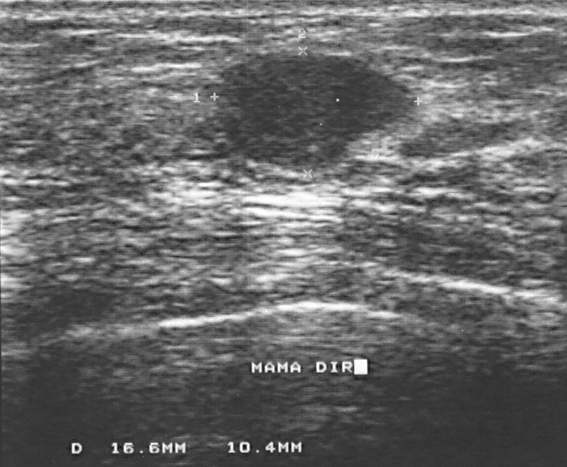
Imaging: breast ultrasound scan. Scanner: GE Logiq 5 @10-12MHz.
Biopsy showed fibroadenoma, a benign finding. The lesion is assessed as BI-RADS 2.